Imaging: breast sonogram.
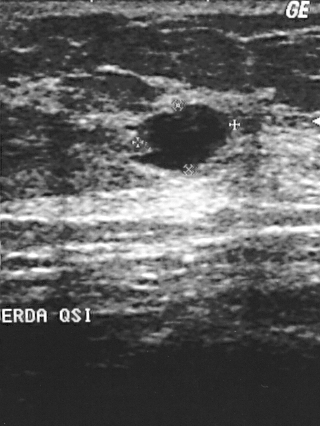
Breast lesion: benign on biopsy or follow-up. (BI-RADS category 2.)